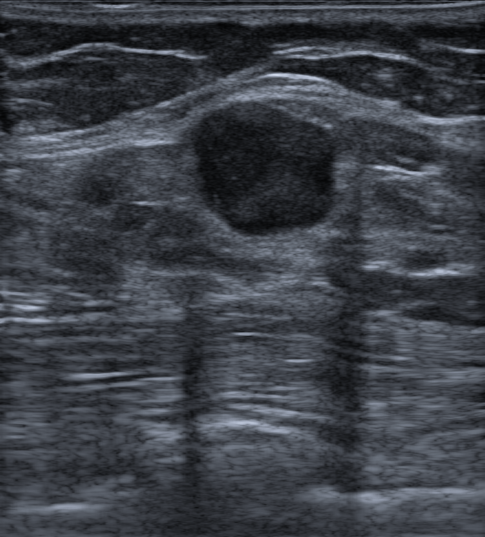
Modality: breast sonogram. Background tissue composition: heterogeneous: predominantly fat.
The lesion is benign on biopsy or follow-up.